Modality: breast ultrasound scan.
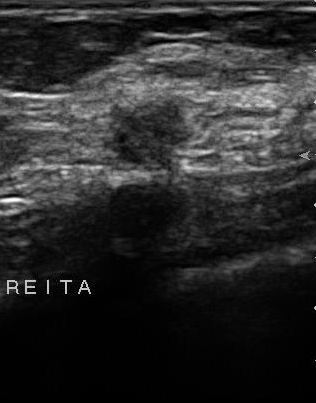
There are no calcifications. The lesion margin is partially regular. Echo pattern: slightly hypoechoic. Boundary: somewhat unclear.